Imaging: B-mode breast ultrasound.
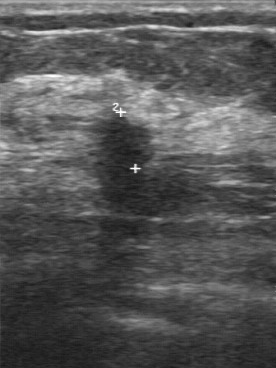
Coordinates are pixels in the 276x368 image. Breast lesion bounding box: top-left (103, 111), bottom-right (157, 184).